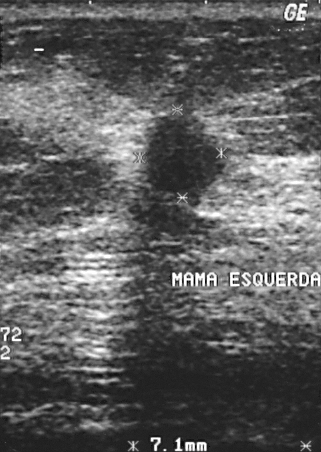
Acquired on GE Logiq 5 @10-12MHz. Imaging: B-mode breast ultrasound.
Biopsy or follow-up result: malignant. BI-RADS 4.